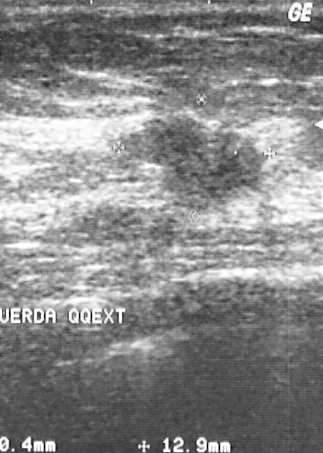
Imaging: breast ultrasound image.
A breast lesion is seen with confirmed outcome (biopsy or follow-up): malignant, BI-RADS: 4.